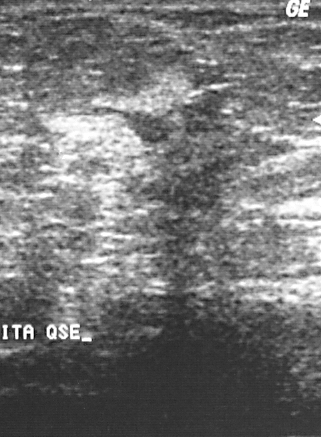
Modality: breast sonogram.
Biopsy or follow-up result: malignant.